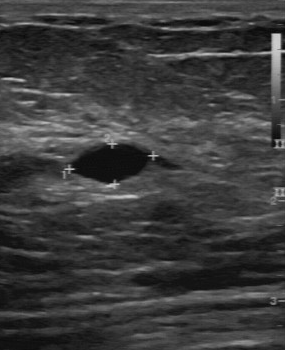
Modality: breast sonogram.
- calcifications: none
- echogenicity: anechoic
- boundary: clear
- lesion margin: regular
- second-reader BI-RADS: 3